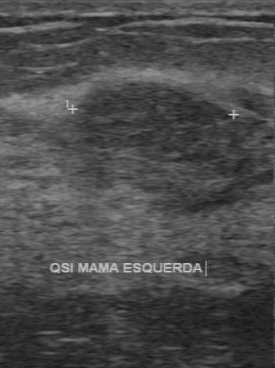
Modality: breast sonogram.
Lesion: benign on biopsy or follow-up.